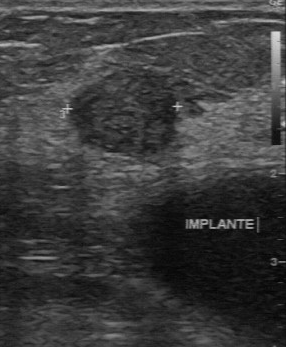
Modality: breast ultrasound.
The breast lesion is located within the bounding box top-left (71, 69), bottom-right (177, 157).